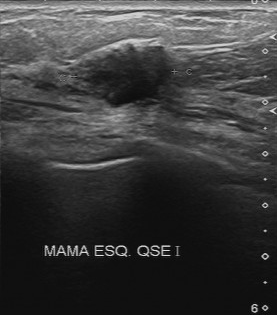
Modality: B-mode breast ultrasound.
FINDINGS: B-mode breast ultrasound. Calcifications: absent. Contour: irregular. Confirmed outcome (biopsy or follow-up): malignant. Boundary: unclear. Internal echoes: hypoechoic.